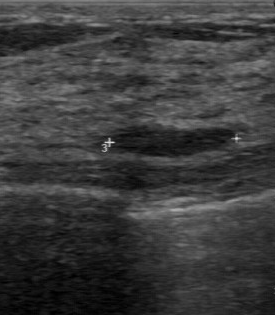
Imaging: breast sonogram.
BI-RADS category is 2. Biopsy or follow-up result: benign.